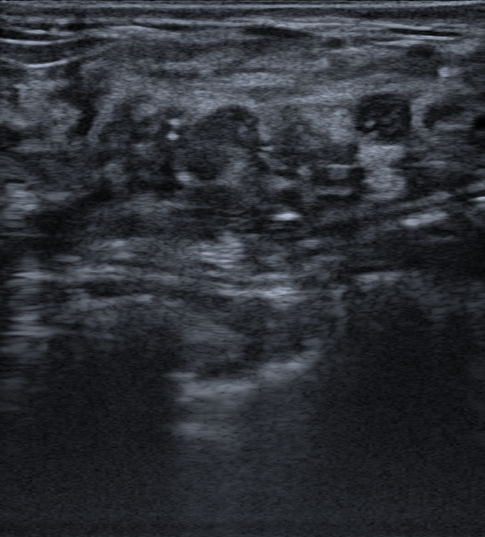
Background tissue composition: homogeneous: fibroglandular. Breast US.
Coordinates are pixels in the 485x537 image. Finding bounding box: (130,98)-(379,240). BI-RADS 4B.